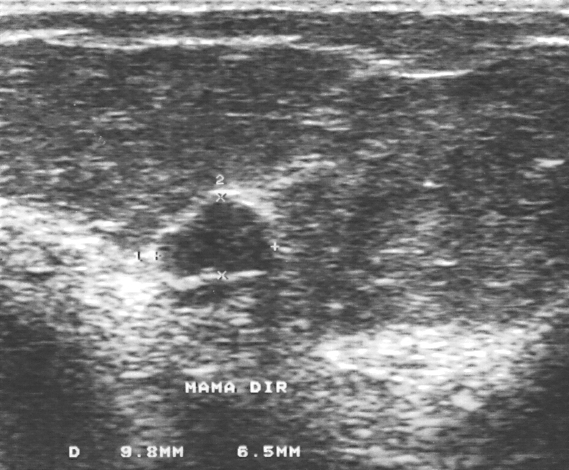
Modality: breast ultrasound scan. Scanner: GE Logiq 5 @10-12MHz.
BI-RADS category 3. The breast lesion is benign on biopsy or follow-up. Biopsy showed fibroadenoma, a benign finding.